Breast ultrasound scan.
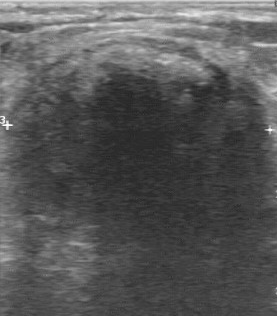
The original reader assigned BI-RADS 4.
A second, independent read describes the mass as follows.
The margin is regular.
The lesion boundary is clear.
Echo pattern: anechoic.
There are no calcifications.
Biopsy showed galactocele, a benign finding.